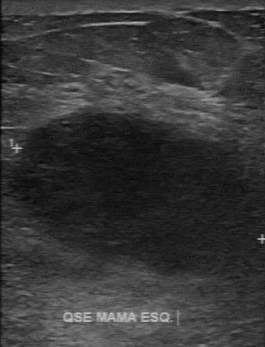
Acquired on GE Logiq 7 @10-14MHz. Breast US.
Breast US findings:
- BI-RADS (second read): 4A
- margin: regular
- calcifications: none
- outcome on biopsy or follow-up: malignant